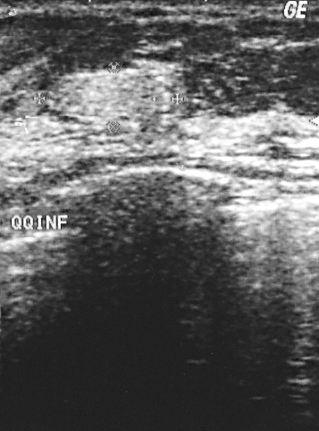
Modality: breast ultrasound scan.
A breast lesion is seen. It was assessed as BI-RADS 2. Histopathology: hamartoma (benign).